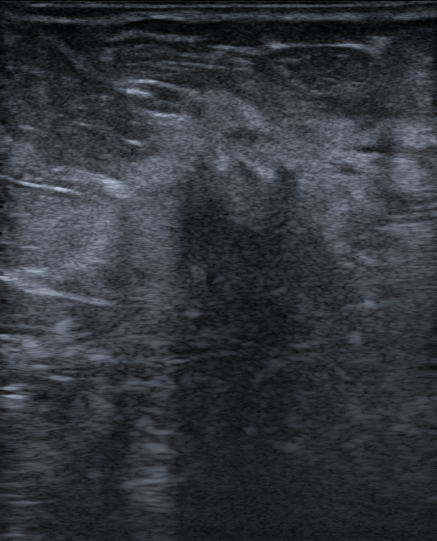
Imaging: breast US. Patient age: 86.
The breast lesion is malignant on biopsy or follow-up.